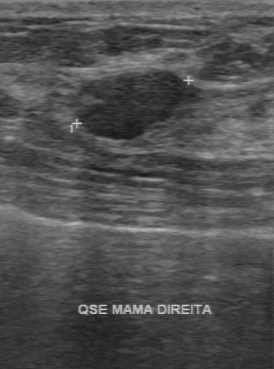
Imaging: breast ultrasound.
Boundary is clear. Lesion margin is regular. The echo pattern is hypoechoic. Calcifications are absent.